Imaging: breast sonogram.
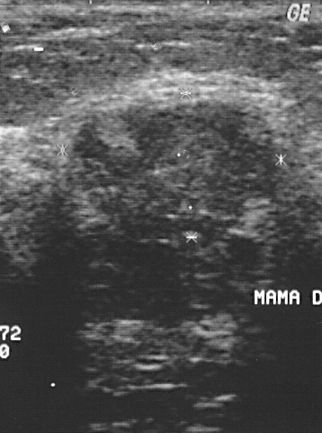
Breast sonogram findings:
- BI-RADS assessment: 4